Breast ultrasound image.
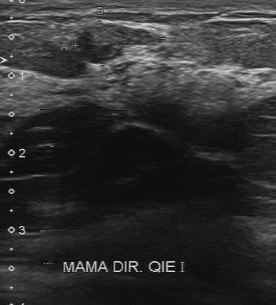
The lesion was categorized BI-RADS 4 in the original read. Findings on the second read (an independent reader): a slightly hypoechoic lesion, margin partially regular, boundary fairly clear. No calcifications are seen. Biopsy showed duct ectasia, a benign finding.